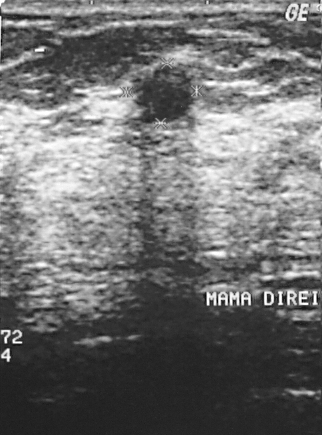
Breast ultrasound. Acquired on GE Logiq 5 @10-12MHz.
The finding is located within the bounding box (131,64)-(193,123). The finding is benign on biopsy or follow-up.